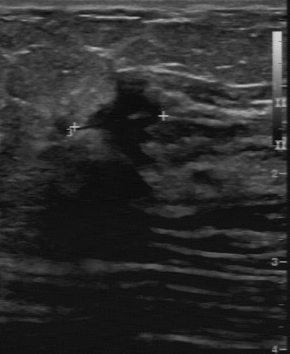
B-mode breast ultrasound.
Lesion characteristics:
- BI-RADS on independent re-read: 4B
- echogenicity: hypoechoic
- margin: irregular
- original BI-RADS: 5
- outcome on biopsy or follow-up: malignant